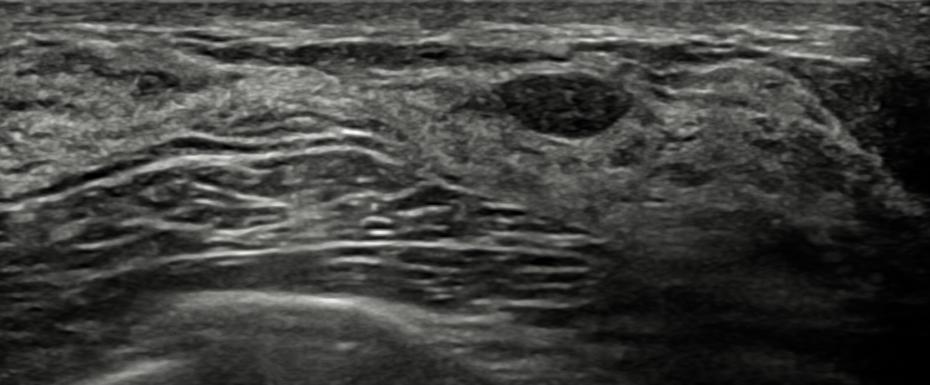
48-year-old patient. Breast sonogram.
Pixel coordinates (x1, y1, x2, y2): The mass is located within the bounding box top-left (477, 72), bottom-right (624, 142).